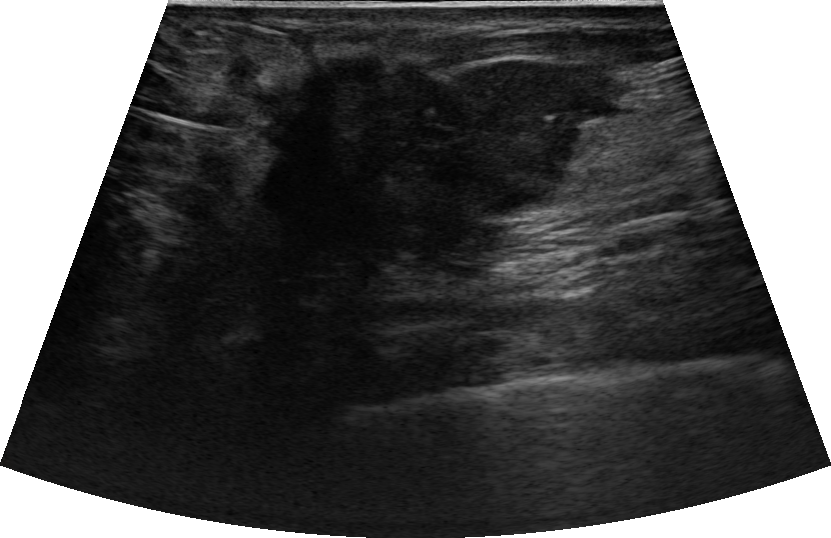
Modality: breast sonogram. Background echotexture is heterogeneous: predominantly fat.
Coordinates are pixels in the 831x538 image. The lesion occupies approximately 249 43 620 280. The lesion is malignant on biopsy or follow-up. BI-RADS 5.